Imaging: breast ultrasound.
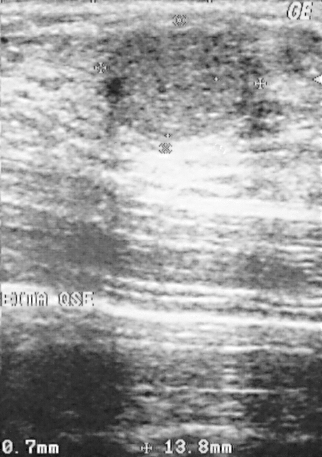
This breast ultrasound shows a finding. BI-RADS category 2. Histopathology: fibroadenoma (benign).